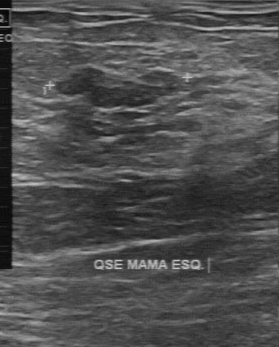
Breast ultrasound scan.
- contour: partially regular
- biopsy or follow-up result: benign
- lesion boundary: fairly clear
- calcifications: none
- echo pattern: slightly hypoechoic